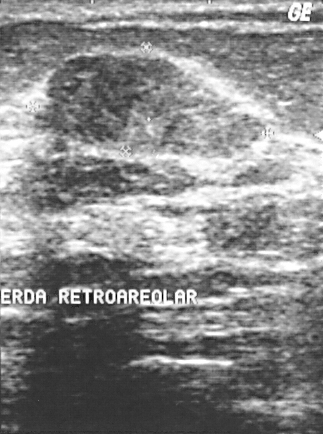
Modality: breast US.
Coordinates are pixels in the 323x434 image. Segment the breast lesion: bounding box x1=46, y1=54, x2=263, y2=156.